Modality: breast sonogram.
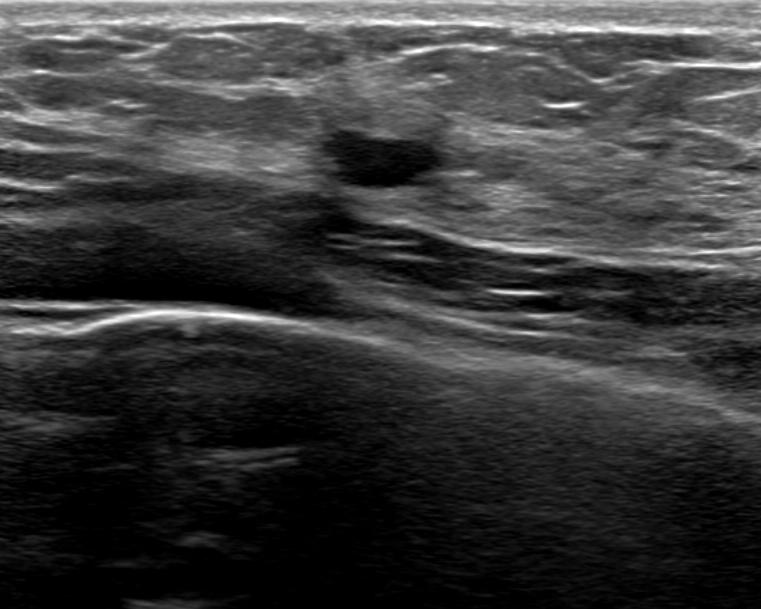
Biopsy or follow-up result: benign. (BI-RADS category 2.)